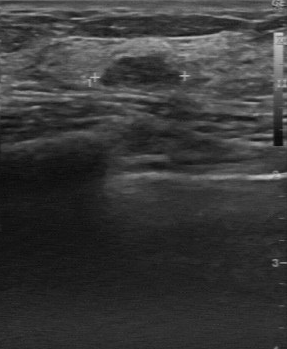
Imaging: breast ultrasound image.
Breast ultrasound image findings:
- BI-RADS (second read): 3
- margin: partially regular